Imaging: breast ultrasound.
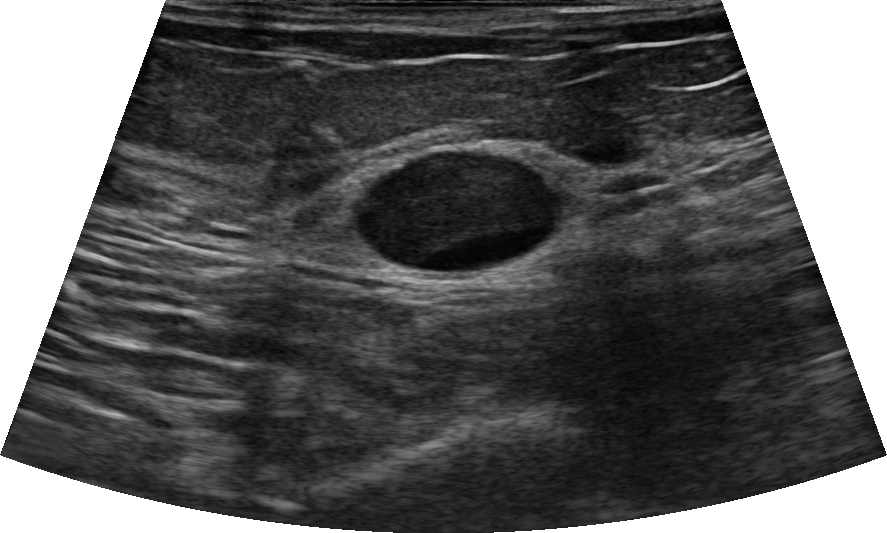
Breast lesion: benign on biopsy or follow-up.